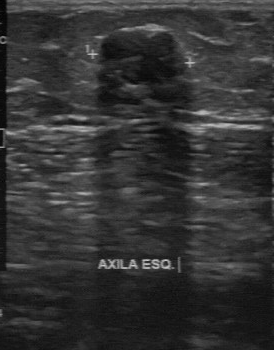
Modality: breast sonogram.
- boundary: clear
- margin: regular
- calcifications: none
- internal echoes: slightly hypoechoic
- outcome on biopsy or follow-up: benign